Breast ultrasound image.
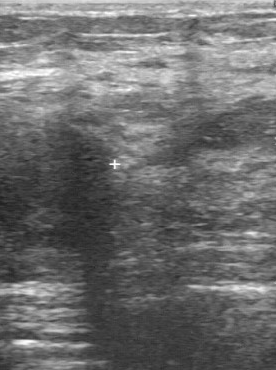
The breast lesion is malignant on biopsy or follow-up. BI-RADS 5.